Breast sonogram. Scanner: Toshiba Aplio 300 @12-14 MHz.
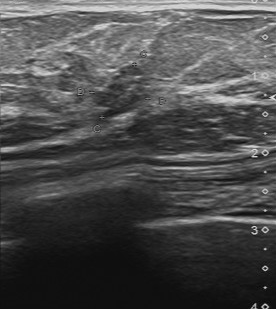
Lesion characteristics:
- boundary: fairly clear
- contour: regular
- calcifications: absent
- echogenicity: slightly hypoechoic
- biopsy or follow-up result: malignant